Modality: breast ultrasound scan.
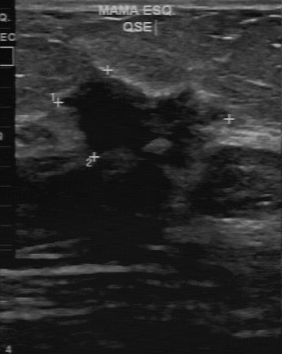
The finding was categorized BI-RADS 5 in the original read. A second reader, independent of the original assessment, describes a hypoechoic finding with an irregular margin; the boundary is unclear. Pathology confirmed malignant invasive ductal carcinoma.